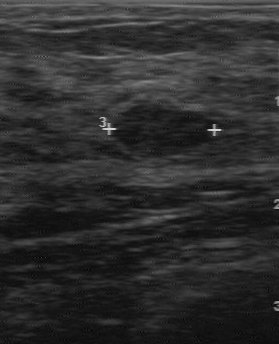
Acquired on GE Logiq 7 @10-14MHz. Breast ultrasound image.
- BI-RADS (first reader): 3
- BI-RADS on independent re-read: 3